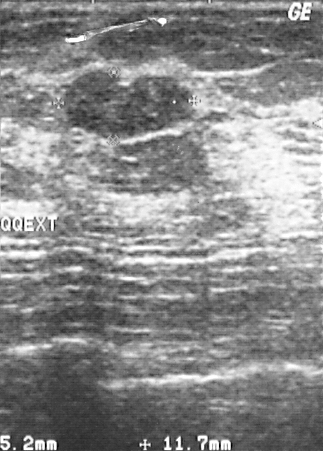
Breast ultrasound. Scanner: GE Logiq 5 @10-12MHz.
Finding: mass, benign on biopsy or follow-up. (BI-RADS category 2.)